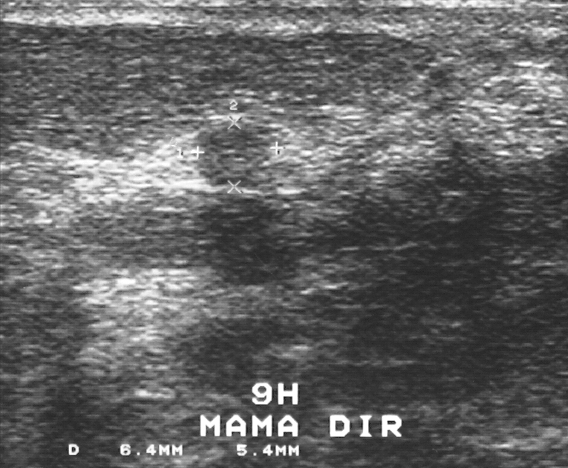
Modality: B-mode breast ultrasound.
The mass demonstrates confirmed outcome (biopsy or follow-up): benign, BI-RADS assessment: 3.